Imaging: breast sonogram. Scanner: GE Logiq 5 @10-12MHz.
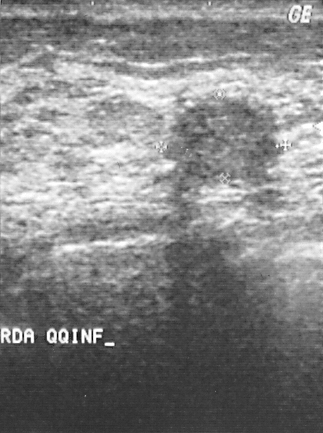
A finding is seen. Assessment: BI-RADS 3. Biopsy showed fibroadenoma, a benign finding.